Modality: breast ultrasound scan.
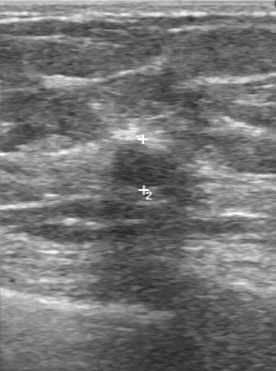
BI-RADS (first reader): 4. There are no calcifications. BI-RADS on independent re-read: 3. The lesion margin is partially regular. Outcome on biopsy or follow-up: benign.